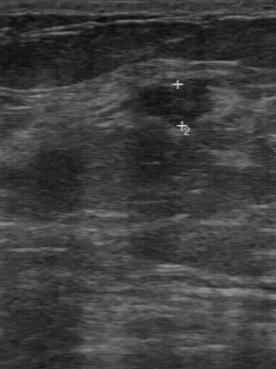
Modality: breast sonogram.
The original reader assigned BI-RADS 3. On a second, independent read, a mass with a regular margin and a clear boundary is seen; it is hypoechoic. There are no calcifications. Pathology confirmed benign fibroadenoma.